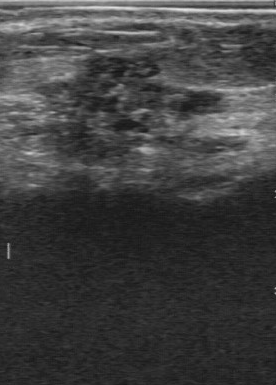
Imaging: breast US. Scanner: GE Logiq 7 @10-14MHz.
A mass is seen with unclear boundary, calcifications: multiple clustered microcalcifications, irregular lesion margin, heterogeneous echo pattern, confirmed outcome (biopsy or follow-up): malignant.